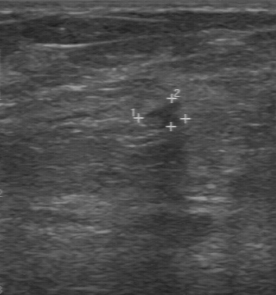
Imaging: breast sonogram.
FINDINGS: Echogenicity: slightly hypoechoic. BI-RADS (second read): 4A.
OUTCOME ON BIOPSY OR FOLLOW-UP: malignant.